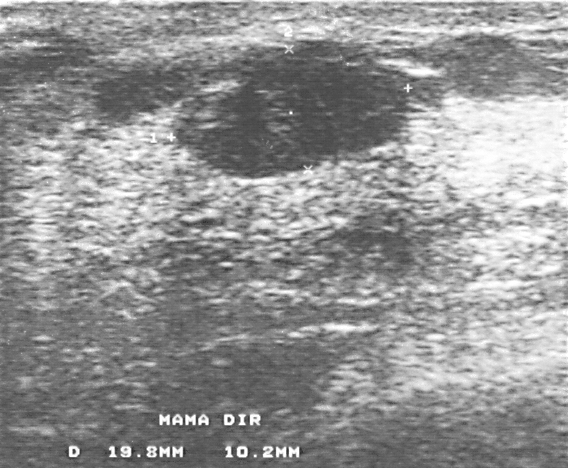
Breast US.
The biopsy result was fibroadenoma. The mass is assessed as BI-RADS 3. Outcome on biopsy or follow-up: benign.